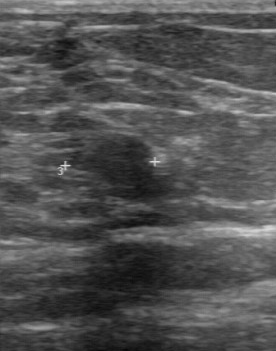
B-mode breast ultrasound.
A finding is seen with calcifications: absent, clear boundary, second-reader BI-RADS: 3.